Imaging: B-mode breast ultrasound.
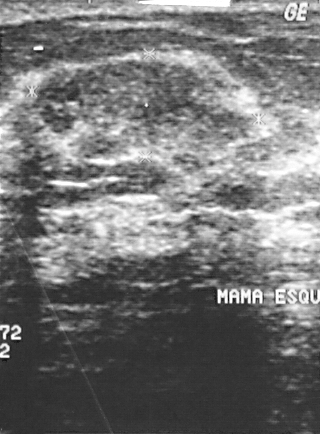
This B-mode breast ultrasound shows a breast lesion. It was assessed as BI-RADS 2. Pathology confirmed benign fibrocystic changes.